Background tissue composition: homogeneous: fibroglandular. Age 52. Imaging: breast US.
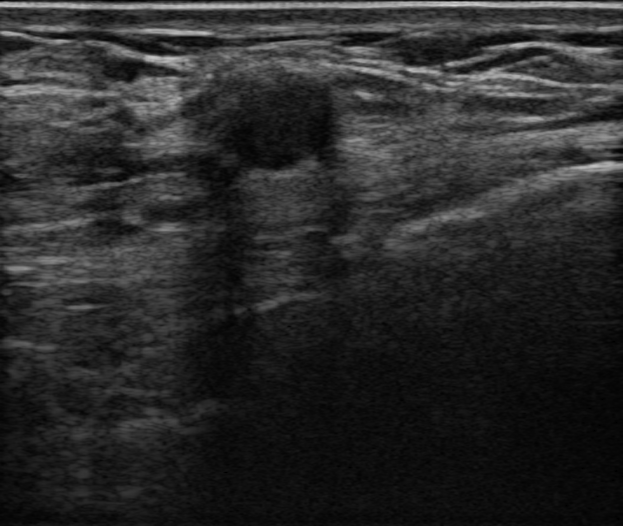
Shape: oval. The margin is circumscribed. Internally the finding is hypoechoic. Posterior shadowing is present. No echogenic halo is seen. Calcifications: none. There is no skin thickening. This finding proved benign on biopsy or follow-up. Histopathology: Usual ductal hyperplasia (UDH). Differential on reading: Complex cyst / Non-simple cyst; Cyst filled with thick fluid; Fibroadenoma. Assigned BI-RADS 4A.